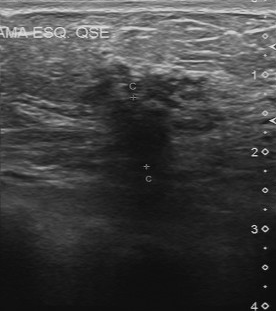
Scanner: Toshiba Aplio 300 @12-14 MHz. Imaging: breast ultrasound.
Breast lesion: malignant on biopsy or follow-up. (BI-RADS category 4.)